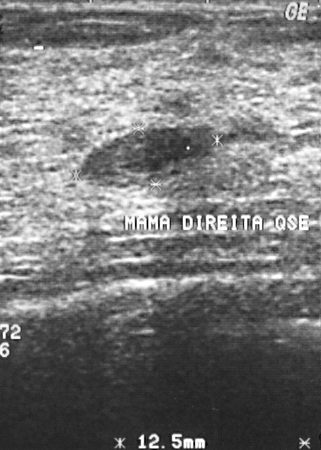
Modality: breast ultrasound image. Acquired on GE Logiq 5 @10-12MHz.
The mass occupies approximately (81,127)-(209,188).